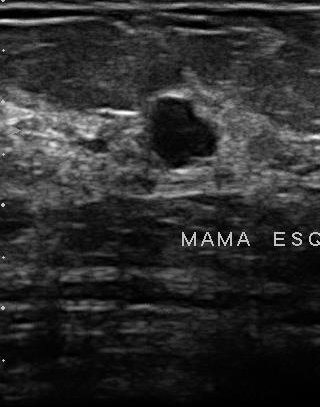
Imaging: breast ultrasound scan.
BI-RADS 2 in the original read; on a second read the margin is partially regular, the boundary fairly clear and the lesion hypoechoic. Pathology confirmed benign cyst.